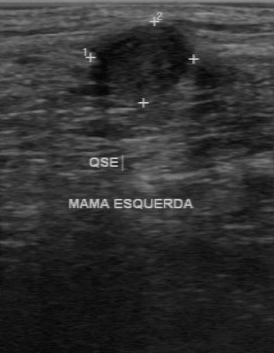
Breast US. Scanner: GE Logiq 7 @10-14MHz.
The contour is partially regular. Echogenicity: slightly hypoechoic. The lesion boundary is fairly clear. There are no calcifications.